Modality: breast ultrasound image.
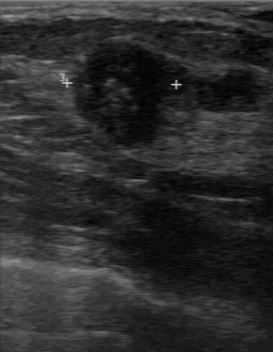
The original reader assigned BI-RADS 4. A second reader, independent of the original assessment, describes a hypoechoic finding with a partially regular margin; the boundary is somewhat unclear. The finding contains multiple calcifications. Histopathology: invasive ductal carcinoma (malignant).